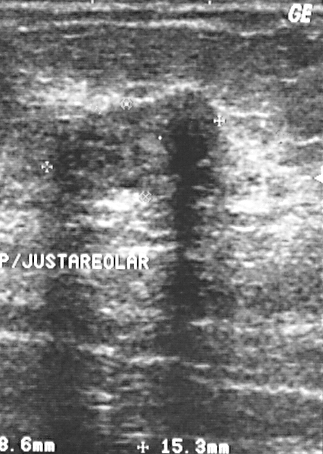
Modality: breast ultrasound. Acquired on GE Logiq 5 @10-12MHz.
This finding proved benign on biopsy or follow-up.
The finding is assessed as BI-RADS 3.
Biopsy showed intraductal papilloma, a benign finding.